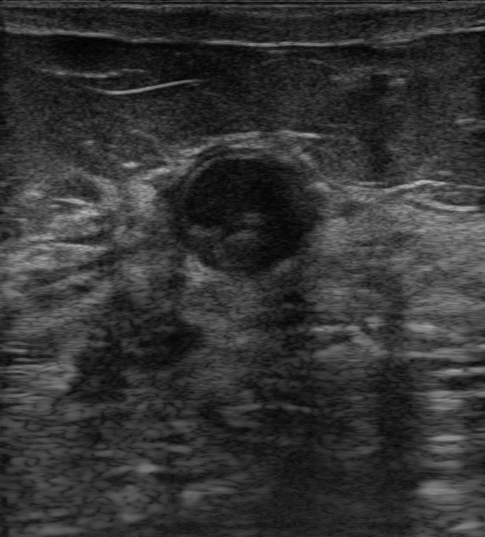
Breast sonogram. Background tissue composition: heterogeneous: predominantly fat.
There is no skin thickening. The BI-RADS category is 4A. The shape is round. Calcifications: none. The margin is circumscribed. Verification: confirmed by biopsy. The pathology is Fibrosclerosis. Echogenic halo: none.